Breast ultrasound.
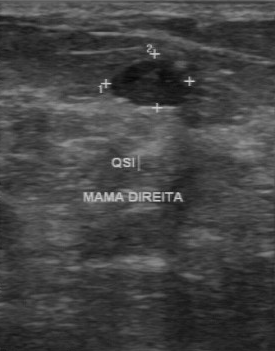
The lesion demonstrates BI-RADS category: 3, pathology: fibroadenoma.